Modality: B-mode breast ultrasound.
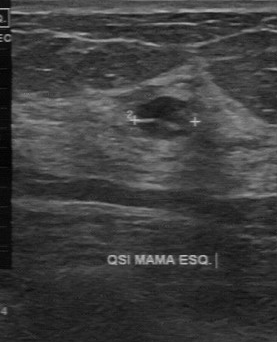
Finding: breast lesion, benign on biopsy or follow-up.